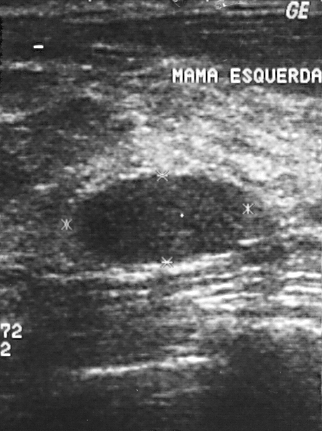
Acquired on GE Logiq 5 @10-12MHz. Modality: breast ultrasound image.
Finding: mass, benign on biopsy or follow-up. (BI-RADS category 2.)